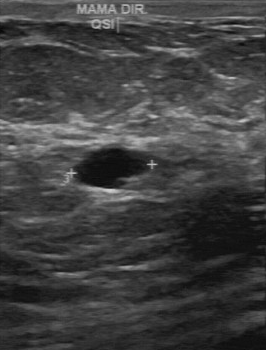
Breast sonogram.
Breast lesion: benign on biopsy or follow-up. BI-RADS 2.